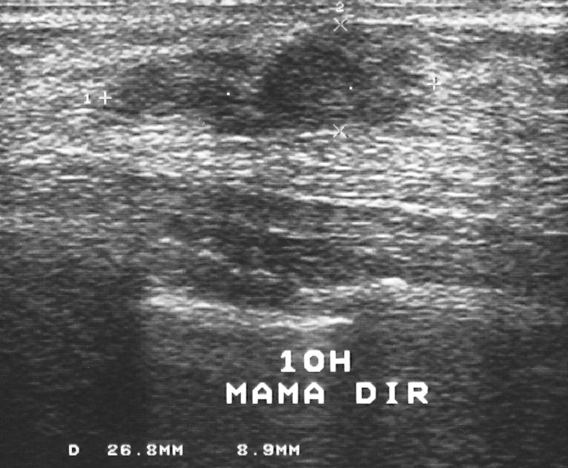
Breast ultrasound image.
The finding is assessed as BI-RADS 4.
Biopsy showed fibrocystic changes, a benign finding.
Outcome on biopsy or follow-up: benign.